Scanner: GE Logiq 7 @10-14MHz. Modality: breast ultrasound.
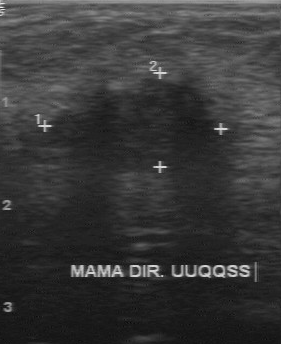
Margin: regular. Echo pattern: hypoechoic. BI-RADS on independent re-read: 3. Biopsy or follow-up result: malignant.